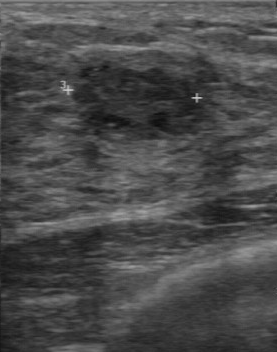
Imaging: breast ultrasound. Acquired on GE Logiq 7 @10-14MHz.
BI-RADS 4 in the original read. On a second read by an independent reader: The margin is regular. Its boundary is clear. The finding is hypoechoic. Calcifications: none. The biopsy result was fibroadenoma; the finding is benign.